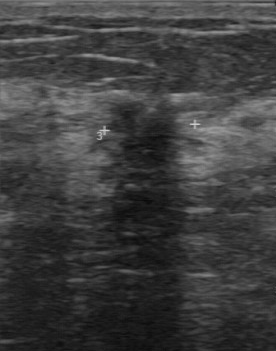
Imaging: breast ultrasound image.
- biopsy result: lobular carcinoma in situ
- BI-RADS category: 4